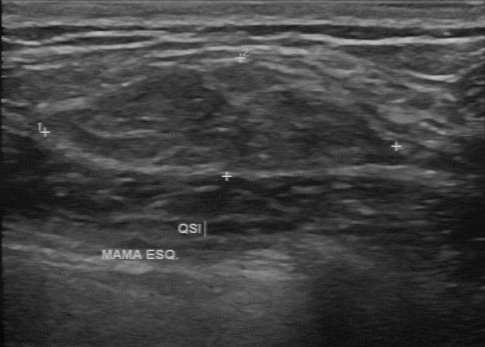
Modality: breast ultrasound scan.
(coordinates in a 485x347 pixel frame) The lesion is located within the bounding box 49 67 385 169.